Imaging: breast ultrasound.
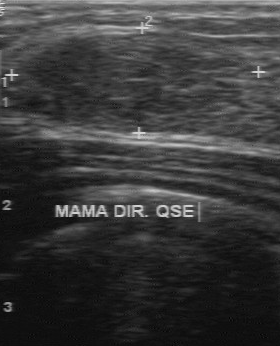
This breast ultrasound shows a finding with clear boundary, regular margin, calcifications: none, hypoechoic echo pattern.